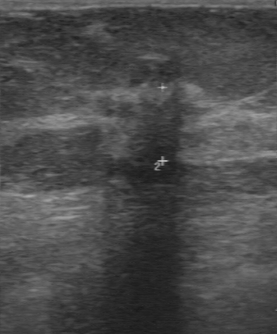
Imaging: breast sonogram.
Biopsy or follow-up result: malignant.